Patient age: 52. Imaging: breast sonogram.
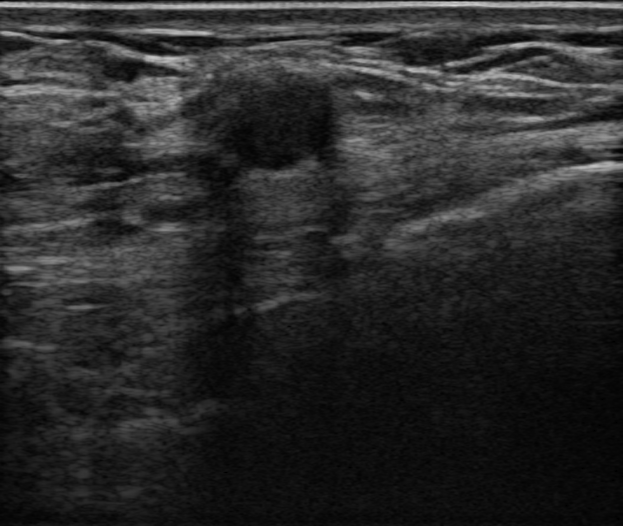
(coordinates in a 623x526 pixel frame) Lesion region of interest: (220,76)-(336,175).